Imaging: B-mode breast ultrasound. Scanner: GE Logiq 5 @10-12MHz.
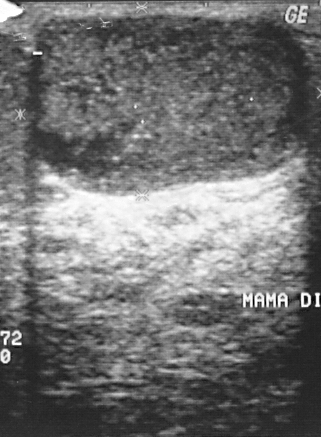
FINDINGS: Confirmed outcome (biopsy or follow-up): benign. BI-RADS category: 2. Pathology: cyst.
OUTCOME ON BIOPSY OR FOLLOW-UP: benign.